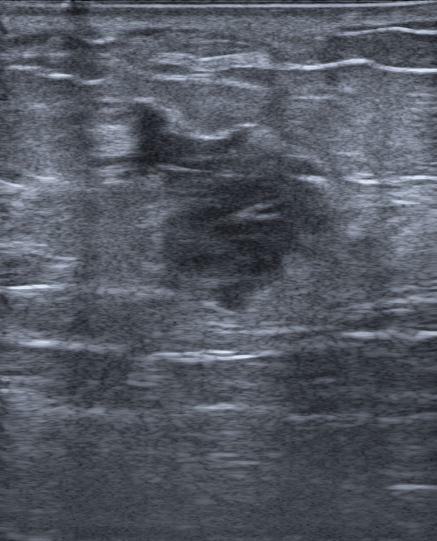
Modality: breast ultrasound.
Pixel coordinates (x1, y1, x2, y2): The lesion is located within the bounding box (122,94)-(340,319). The lesion is malignant on biopsy or follow-up. BI-RADS 4C.